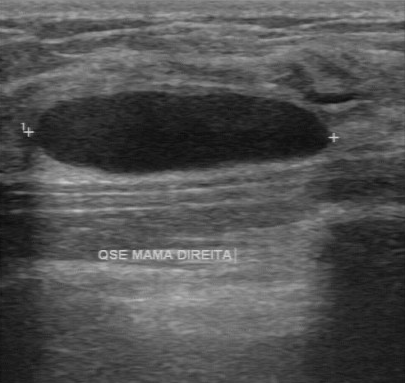
Modality: breast ultrasound scan. Acquired on GE Logiq 7 @10-14MHz.
Mass bounding box: (29, 91) to (333, 174). The mass is benign on biopsy or follow-up.